Imaging: breast ultrasound.
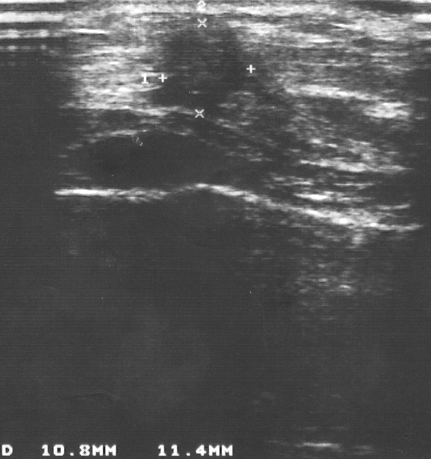
(coordinates in a 431x459 pixel frame) Lesion region of interest: (148, 19) to (248, 110). The breast lesion is malignant on biopsy or follow-up. BI-RADS 4.